Breast sonogram.
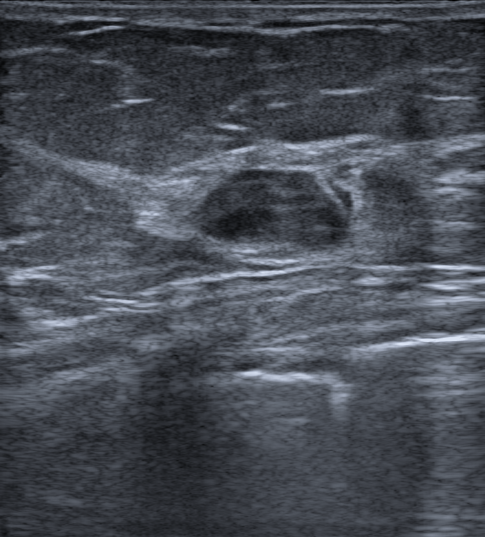
Lesion region of interest: top-left (204, 165), bottom-right (350, 250).